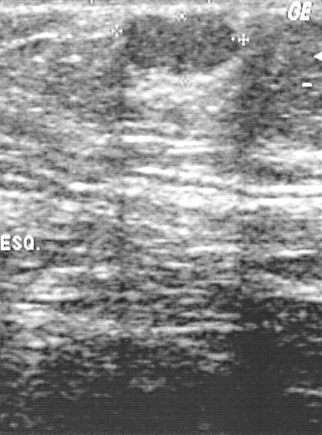
Imaging: breast ultrasound scan.
This breast ultrasound scan shows a lesion with BI-RADS: 2.